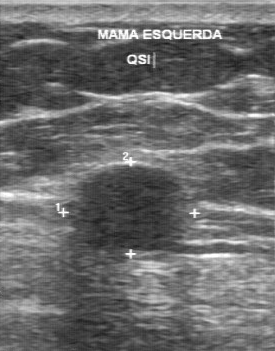
Breast ultrasound.
FINDINGS: Breast ultrasound. Internal echoes: hypoechoic. Calcifications: absent. Second-reader BI-RADS: 3. Lesion margin: regular. Lesion boundary: fairly clear.